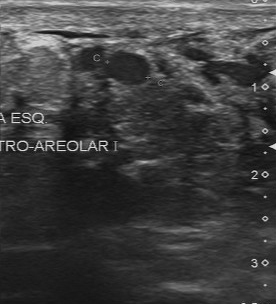
Imaging: breast ultrasound image.
Original-read BI-RADS category: 2. Descriptors from an independent second read (not the reader who assigned the category): The margin is regular. No calcifications are seen. Boundary: clear. Internally the finding is hypoechoic. Biopsy showed apocrine metaplasia, a benign finding.